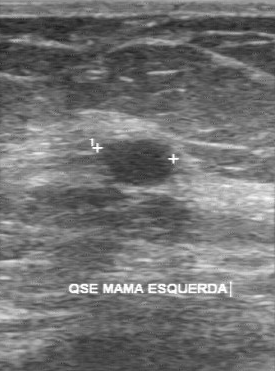
Imaging: breast ultrasound.
FINDINGS: Calcifications: absent. Original BI-RADS: 3. Biopsy result: fibroadenoma. Internal echoes: hypoechoic. Margin: regular. Boundary: clear. Independent BI-RADS assessment: 3.